Modality: breast ultrasound.
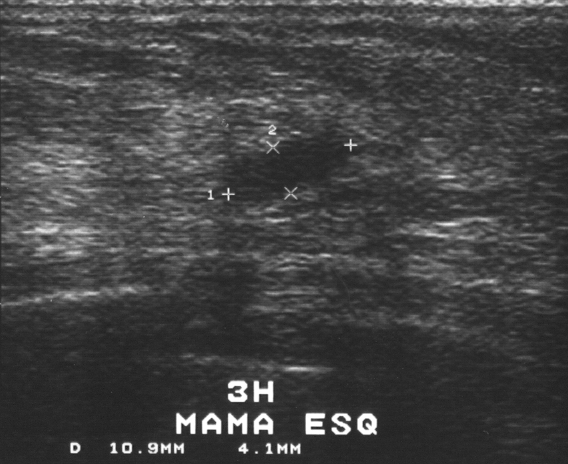
Coordinates are pixels in the 568x464 image. Lesion region of interest: 223 139 349 199. The finding is benign on biopsy or follow-up.